B-mode breast ultrasound.
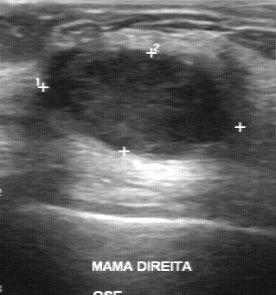
The finding was categorized BI-RADS 3 in the original read. The following findings are from a second reader, independent of the original assessment. Internally the finding is slightly hypoechoic. Margin: regular. There are no calcifications. The lesion boundary is clear. Biopsy showed invasive ductal carcinoma, a malignant finding.